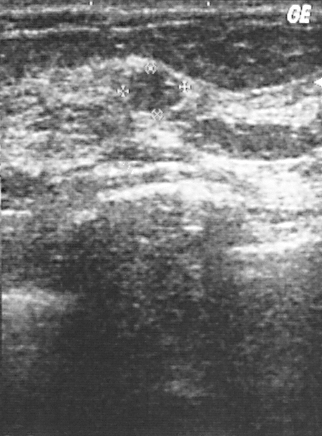
Imaging: breast ultrasound image. Acquired on GE Logiq 5 @10-12MHz.
FINDINGS: Confirmed outcome (biopsy or follow-up): benign. BI-RADS category: 2.
OUTCOME ON BIOPSY OR FOLLOW-UP: benign.